Modality: breast ultrasound.
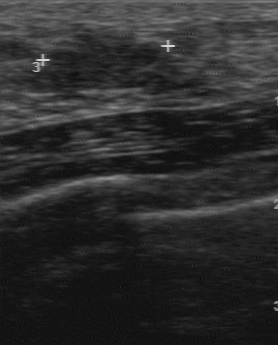
Biopsy or follow-up result: benign.